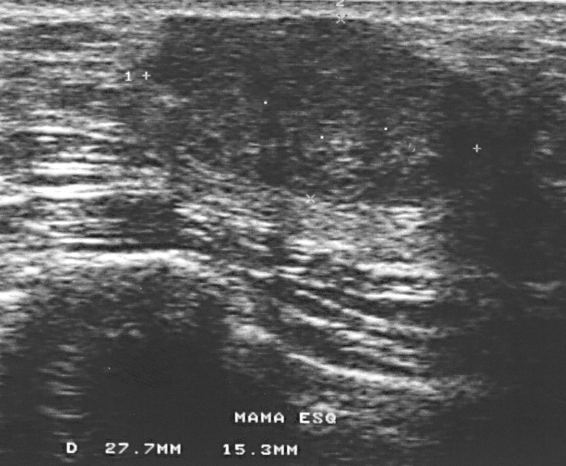
Breast sonogram.
A lesion is present on this breast sonogram. Assessment: BI-RADS 2. Histopathology: fibroadenoma (benign).